Imaging: B-mode breast ultrasound.
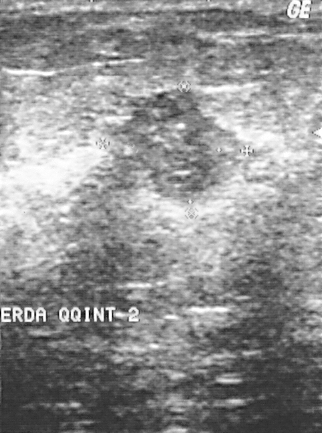
Coordinates are pixels in the 322x433 image. Segment the breast lesion: bounding box (107, 87) to (253, 206).